Modality: breast US.
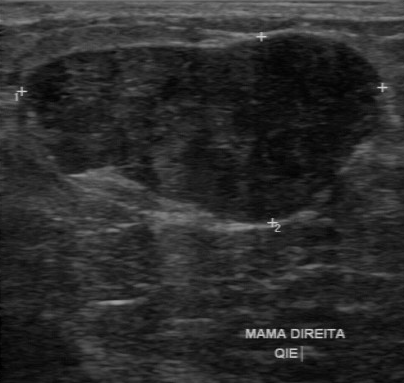
Breast US findings:
- margin: regular
- biopsy result: fibroadenoma
- internal echoes: hypoechoic
- calcifications: absent
- boundary: clear
- biopsy or follow-up result: benign